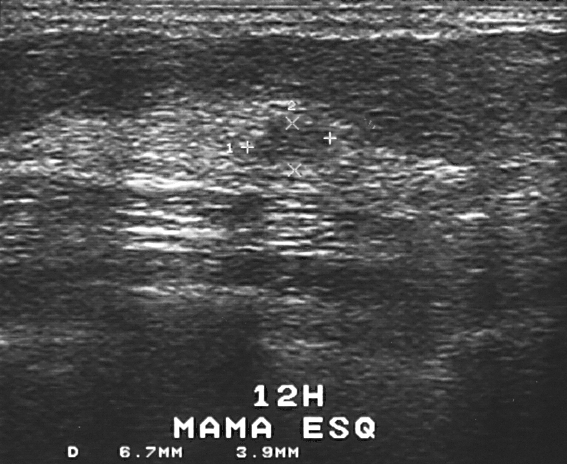
Breast ultrasound scan.
- biopsy or follow-up result: benign
- histopathology: fibroadenoma
- BI-RADS: 3